Breast US. Scanner: GE Logiq 7 @10-14MHz.
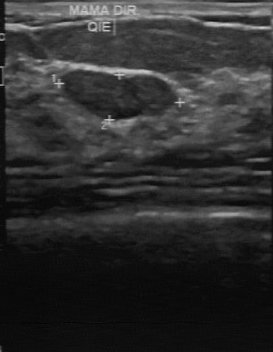
This breast US shows a mass, benign on biopsy or follow-up.